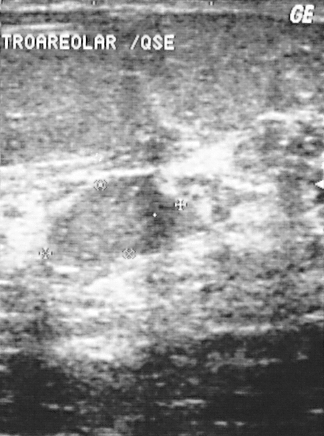
Scanner: GE Logiq 5 @10-12MHz. Modality: breast US.
A mass is seen. Assessment: BI-RADS 2. The biopsy result was invasive ductal carcinoma; the mass is malignant.